B-mode breast ultrasound.
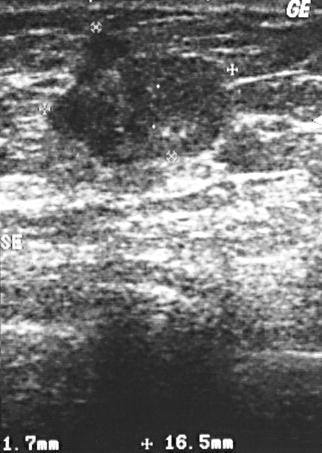
Biopsy showed invasive ductal carcinoma.
This finding proved malignant on biopsy or follow-up.
BI-RADS category 4.